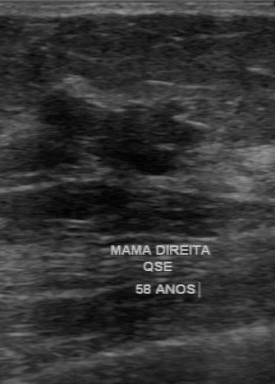
Scanner: GE Logiq 7 @10-14MHz. Modality: breast ultrasound.
Biopsy or follow-up result: benign. (BI-RADS category 3.)